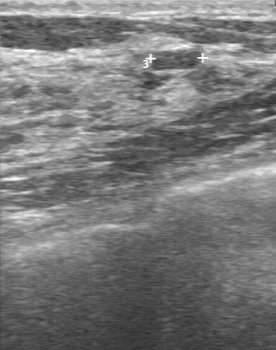
Imaging: breast sonogram.
This breast sonogram shows a mass with BI-RADS category: 2, confirmed outcome (biopsy or follow-up): benign.